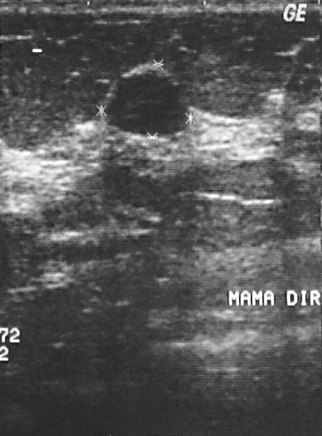
Imaging: B-mode breast ultrasound.
This B-mode breast ultrasound shows a breast lesion. BI-RADS category 2. The biopsy result was fibroadenoma; the breast lesion is benign.